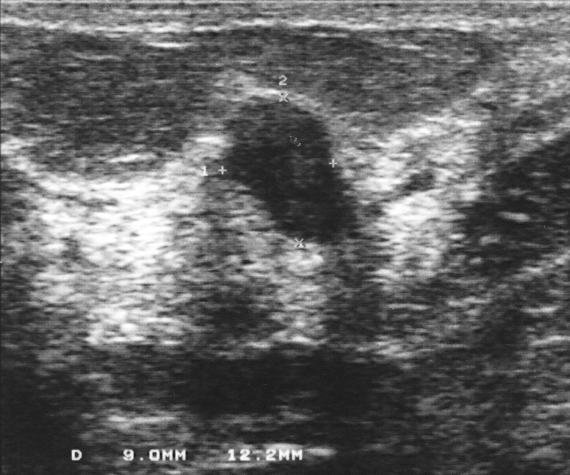
Modality: breast ultrasound scan.
The BI-RADS assessment is 4. Outcome on biopsy or follow-up: benign.